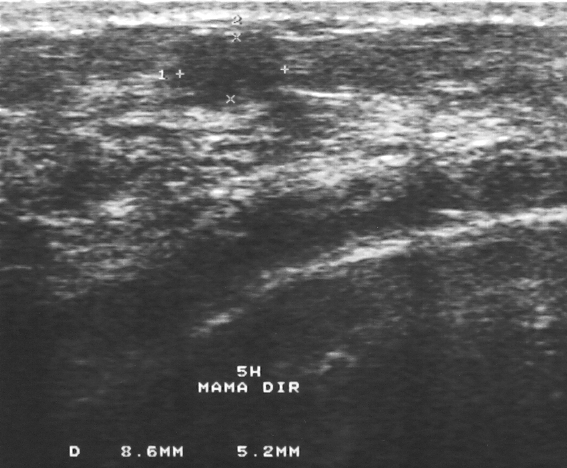
Scanner: GE Logiq 5 @10-12MHz. B-mode breast ultrasound.
A finding is present on this B-mode breast ultrasound. Assessment: BI-RADS 3. The biopsy result was fibroadenoma; the finding is benign.